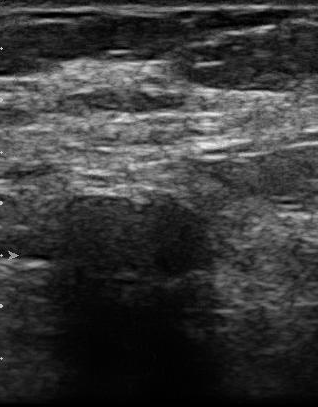
B-mode breast ultrasound.
Finding bounding box: x1=64, y1=197, x2=208, y2=277.